51-year-old patient. Modality: breast ultrasound scan.
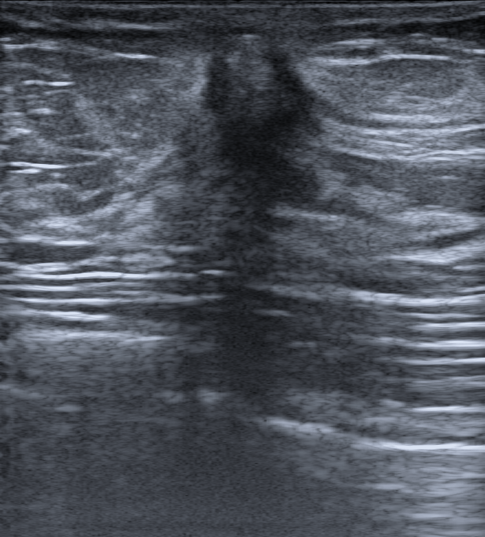
The breast lesion demonstrates not circumscribed - spiculated and microlobulated and indistinct borders, irregular lesion shape, verification: confirmed by biopsy, echogenic halo: present, hypoechoic echo pattern, radiologic interpretation: Suspicion of malignancy, BI-RADS: 5, skin thickening: present, posterior features: shadowing, calcifications: absent.